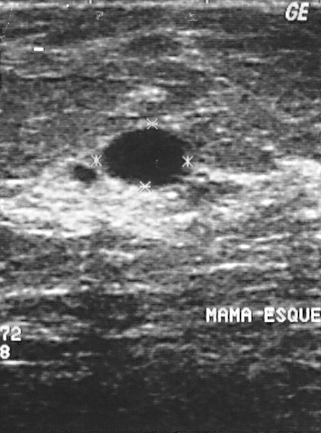
Imaging: breast ultrasound.
The finding demonstrates BI-RADS category: 2, biopsy result: cyst, outcome on biopsy or follow-up: benign.